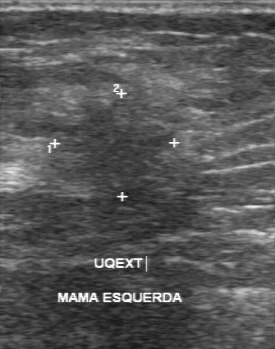
Acquired on GE Logiq 7 @10-14MHz. Modality: breast US.
The lesion demonstrates calcifications: none, unclear boundary, outcome on biopsy or follow-up: malignant, irregular contour, slightly hypoechoic echo pattern, independent BI-RADS assessment: 4B.